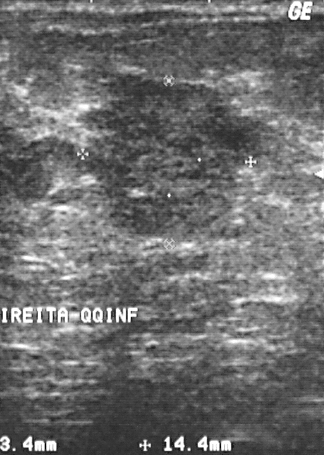
Acquired on GE Logiq 5 @10-12MHz. Modality: breast ultrasound image.
- confirmed outcome (biopsy or follow-up): malignant
- BI-RADS: 4